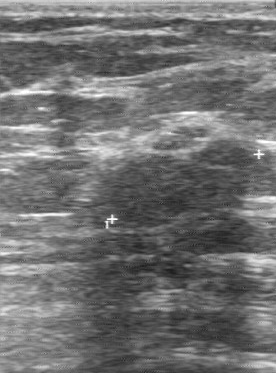
Modality: breast ultrasound scan.
BI-RADS category: 4. Biopsy or follow-up result: benign.